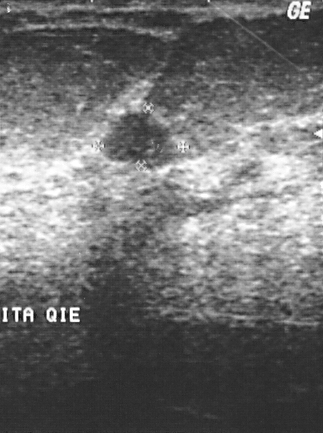
B-mode breast ultrasound.
Histopathology: fibroadenoma.
The mass is benign on biopsy or follow-up.
The mass is assessed as BI-RADS 2.